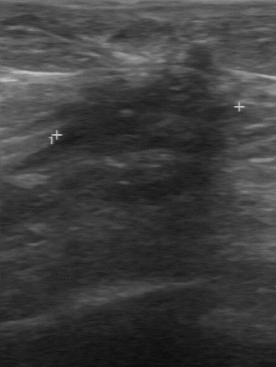
B-mode breast ultrasound. Acquired on GE Logiq 7 @10-14MHz.
Original-read BI-RADS category: 4. Findings on the second read (an independent reader): a hypoechoic mass, margin irregular, boundary unclear. No calcifications are seen. Biopsy showed fibrocystic changes, a benign finding.